Imaging: breast ultrasound. Acquired on GE Logiq 5 @10-12MHz.
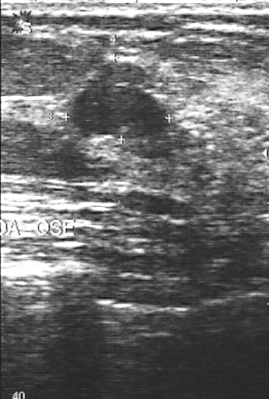
Lesion region of interest: (71, 63) to (166, 141). The mass is benign on biopsy or follow-up.